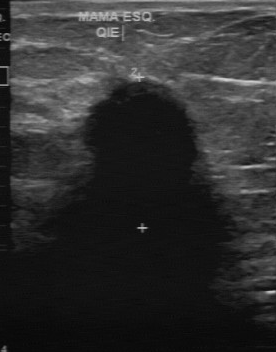
Breast ultrasound image. Scanner: GE Logiq 7 @10-14MHz.
Outcome on biopsy or follow-up: malignant.